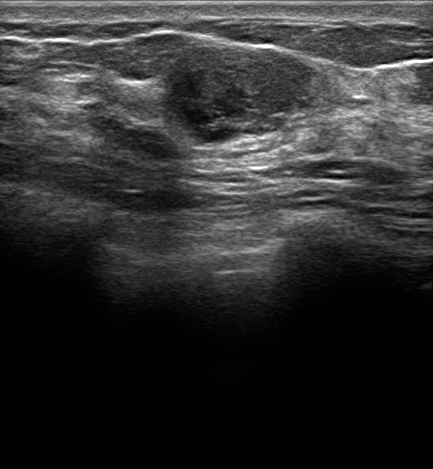
Imaging: breast ultrasound.
The breast lesion is irregular and hypoechoic; its margin is not circumscribed (indistinct). There is posterior enhancement. There are no calcifications. The breast lesion is categorized as BI-RADS 4B; on biopsy or follow-up it was benign. Differential on reading: Suspicion of malignancy; Fibroadenoma; Intraductal papilloma. Biopsy result: Fibroadenoma.